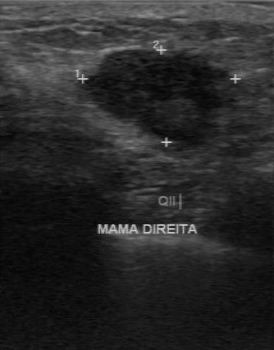
Modality: B-mode breast ultrasound.
Contour: partially regular. There are no calcifications. Pathology is invasive ductal carcinoma. Echogenicity is hypoechoic. Outcome on biopsy or follow-up: malignant. The independent BI-RADS assessment is 4B.